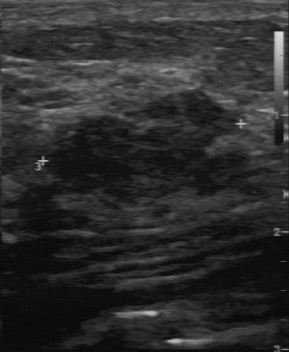
Acquired on GE Logiq 7 @10-14MHz. Breast ultrasound scan.
The breast lesion demonstrates BI-RADS: 4.